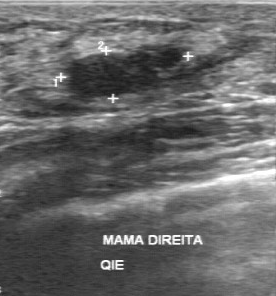
Modality: breast ultrasound.
Original-read BI-RADS category: 3. Findings on the second read (an independent reader): a hypoechoic breast lesion, margin partially regular, boundary fairly clear. Pathology confirmed benign fibroadenoma.